Modality: breast sonogram. Acquired on GE Logiq 5 @10-12MHz.
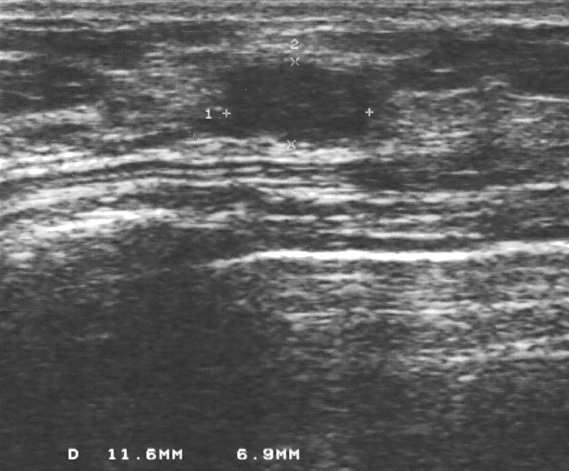
This breast sonogram shows a lesion with BI-RADS: 3, confirmed outcome (biopsy or follow-up): benign, histopathology: fibrocystic changes.